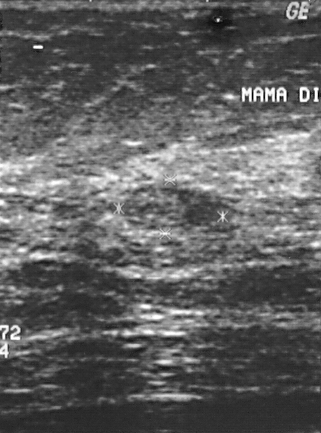
Scanner: GE Logiq 5 @10-12MHz. Modality: breast US.
A breast lesion is present on this breast US. It was assessed as BI-RADS 3. The biopsy result was fibroadenoma; the breast lesion is benign.